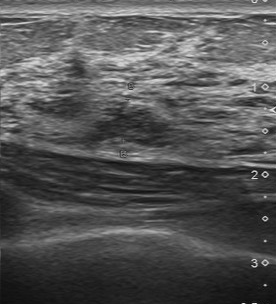
Acquired on Toshiba Aplio 300 @12-14 MHz. Modality: breast ultrasound.
Outcome on biopsy or follow-up: benign. (BI-RADS category 4.)